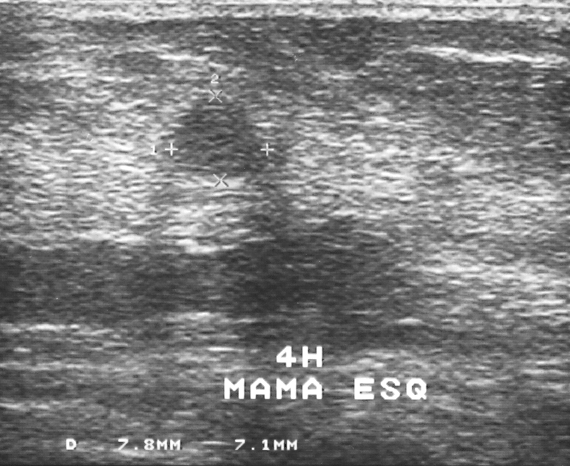
Breast sonogram.
The mass is assessed as BI-RADS 3. Histopathology: fibroadenoma (benign). Biopsy or follow-up result: benign.